Imaging: breast US.
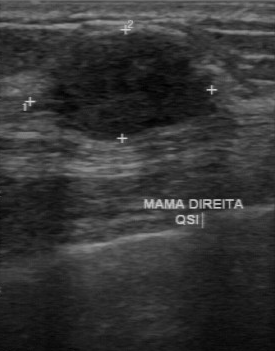
Lesion characteristics:
- lesion boundary: clear
- margin: regular
- echo pattern: hypoechoic
- calcifications: none
- confirmed outcome (biopsy or follow-up): malignant